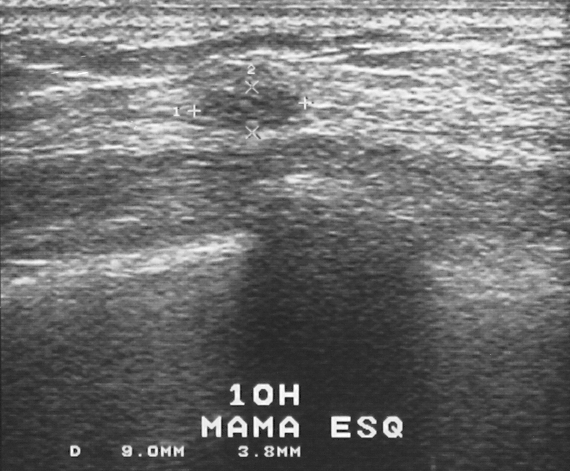
Imaging: B-mode breast ultrasound.
Histopathology: fibrocystic changes (benign). Outcome on biopsy or follow-up: benign. Assigned BI-RADS 3.